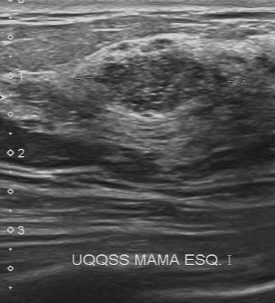
Acquired on Toshiba Aplio 300 @12-14 MHz. Breast US.
(coordinates in a 275x303 pixel frame) The finding is located within the bounding box (93, 40) to (230, 112). BI-RADS 4.